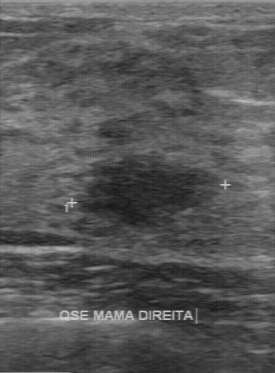
Breast ultrasound scan.
FINDINGS: Breast ultrasound scan. BI-RADS on independent re-read: 3. Calcifications: none. Boundary: fairly clear. Internal echoes: hypoechoic.